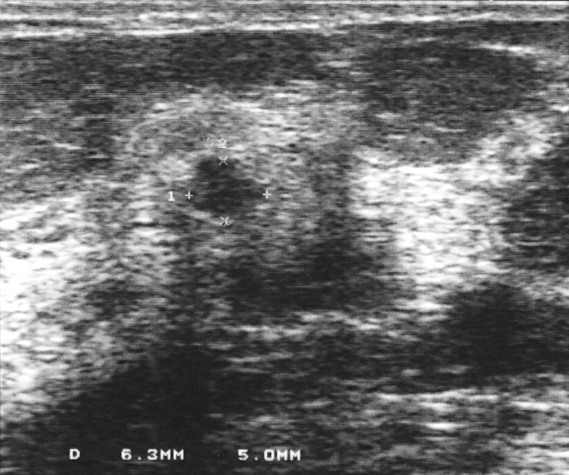
Modality: breast ultrasound. Scanner: GE Logiq 5 @10-12MHz.
A mass is present on this breast ultrasound. It was assessed as BI-RADS 3. Biopsy showed fibroadenoma, a benign finding.